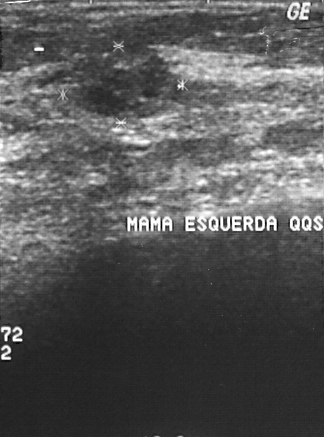
Imaging: B-mode breast ultrasound.
This B-mode breast ultrasound shows a finding, malignant on biopsy or follow-up.